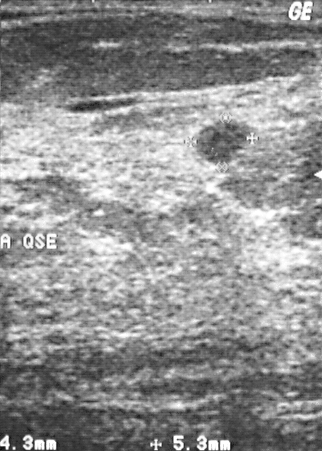
Modality: breast ultrasound.
This breast ultrasound shows a mass, benign on biopsy or follow-up.